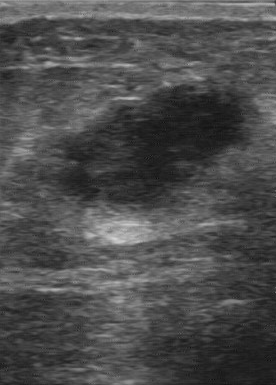
Modality: breast sonogram.
The breast lesion demonstrates hypoechoic internal echoes, outcome on biopsy or follow-up: malignant, BI-RADS (second read): 3.